Imaging: breast ultrasound scan.
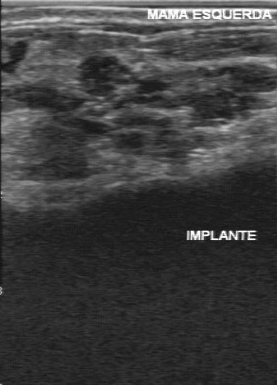
Histopathology: ductal carcinoma in situ. BI-RADS category: 5.
OUTCOME ON BIOPSY OR FOLLOW-UP: malignant.